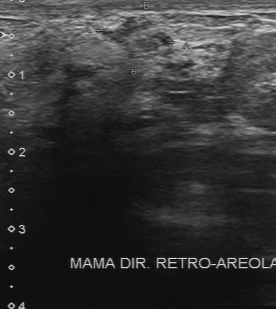
Imaging: breast ultrasound scan. Acquired on Toshiba Aplio 300 @12-14 MHz.
Lesion characteristics:
- BI-RADS: 4
- biopsy or follow-up result: benign